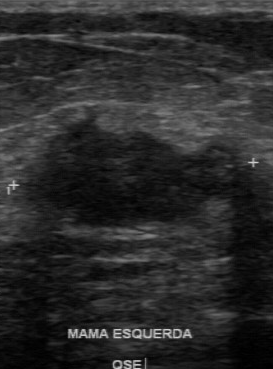
Modality: breast US.
BI-RADS 4 in the original read.
Descriptors from an independent second read (not the reader who assigned the category):
Its boundary is unclear.
No calcifications are seen.
The mass is hypoechoic.
The mass has an irregular margin.
Biopsy showed invasive ductal carcinoma, a malignant finding.